Modality: breast US.
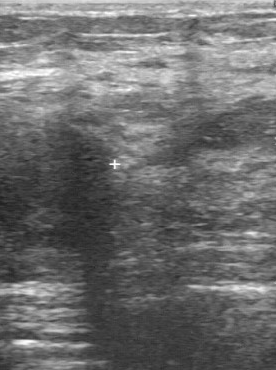
The finding was assessed as BI-RADS 5 by the original reader.
A second, independent read describes the finding as follows.
The margin is irregular.
The lesion boundary is unclear.
Echo pattern: slightly hypoechoic.
No calcifications are seen.
The biopsy result was invasive ductal carcinoma; the finding is malignant.